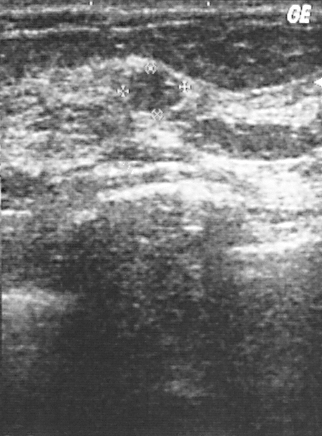
Imaging: breast ultrasound.
Breast lesion: benign on biopsy or follow-up. (BI-RADS category 2.)